Imaging: breast sonogram. Acquired on GE Logiq 5 @10-12MHz.
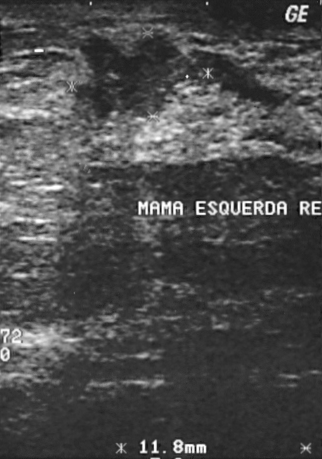
Biopsy or follow-up result: malignant.